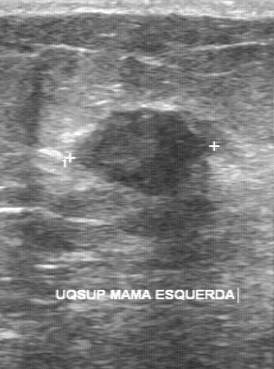
Imaging: breast US.
This breast US shows a mass with BI-RADS assessment: 4.